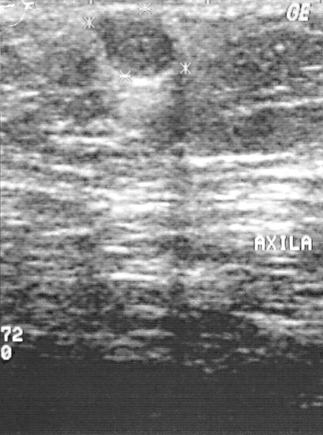
Modality: breast ultrasound image.
A lesion is present on this breast ultrasound image. Assessment: BI-RADS 2. Pathology confirmed benign sclerosing adenosis.